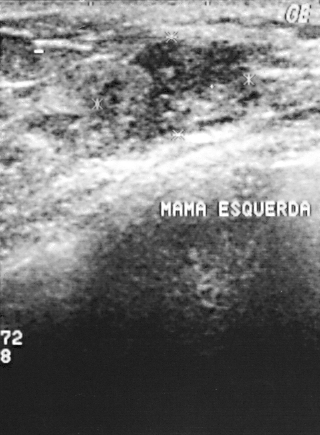
Imaging: breast US.
Pixel coordinates (x1, y1, x2, y2): Breast lesion bounding box: 92 39 265 145. The breast lesion is malignant on biopsy or follow-up. BI-RADS 3.